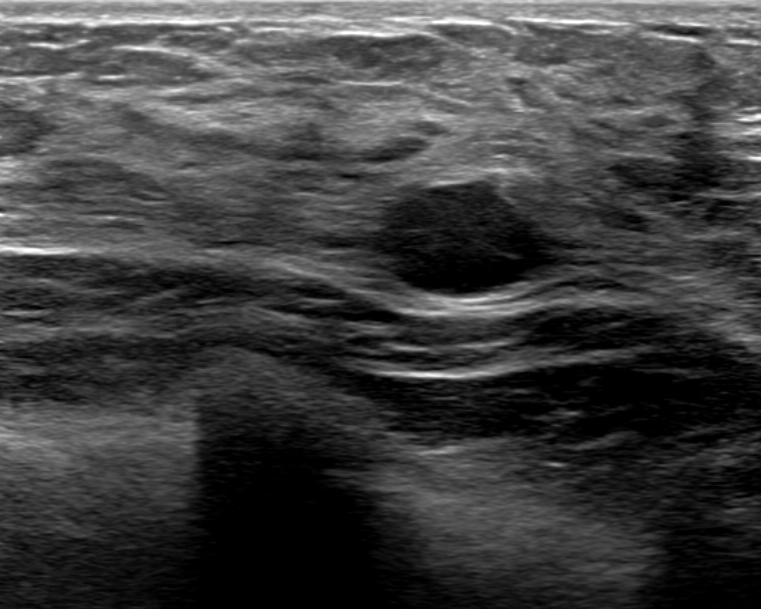
Modality: breast US.
Pixel coordinates (x1, y1, x2, y2): The mass occupies approximately x1=382, y1=175, x2=557, y2=297. The mass is benign on biopsy or follow-up. BI-RADS 2.